Modality: breast ultrasound image.
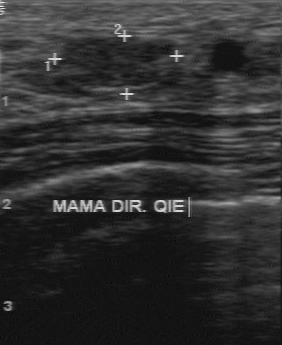
Original-read BI-RADS category: 3. Findings on the second read (an independent reader): a hypoechoic lesion, margin regular, boundary clear. Pathology confirmed benign fibroadenoma.